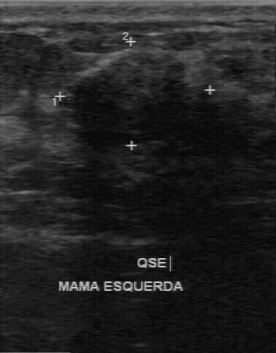
Imaging: B-mode breast ultrasound.
The mass is benign on biopsy or follow-up. (BI-RADS category 3.)